Imaging: breast ultrasound scan. Scanner: GE Logiq 5 @10-12MHz.
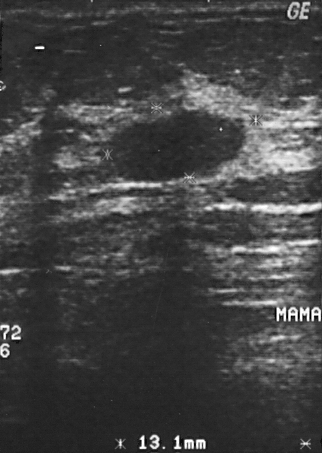
The biopsy result was fibroadenoma. Outcome on biopsy or follow-up: benign. BI-RADS assessment: 2.